Breast US.
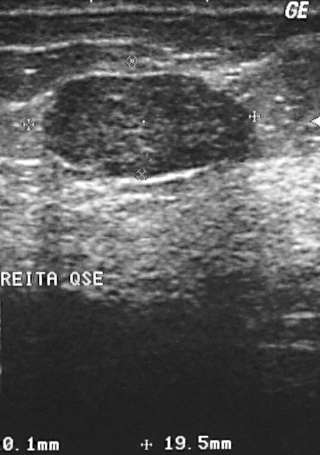
Outcome on biopsy or follow-up: benign.